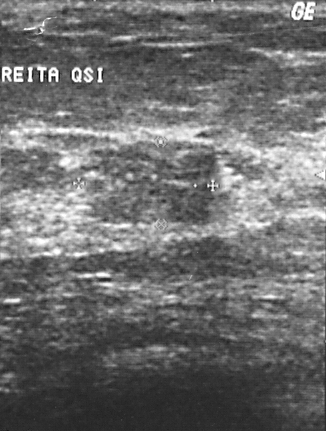
Imaging: breast ultrasound scan.
The finding occupies approximately x1=90, y1=141, x2=217, y2=225.